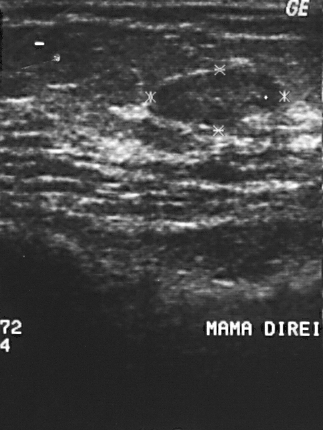
Breast sonogram.
FINDINGS: Breast sonogram. BI-RADS: 2.
OUTCOME ON BIOPSY OR FOLLOW-UP: benign.